Imaging: breast US.
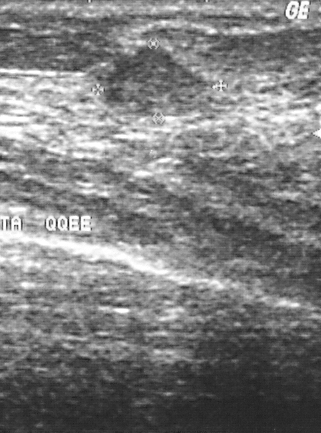
A finding is present on this breast US. It was assessed as BI-RADS 3. Pathology confirmed benign sclerosing adenosis.